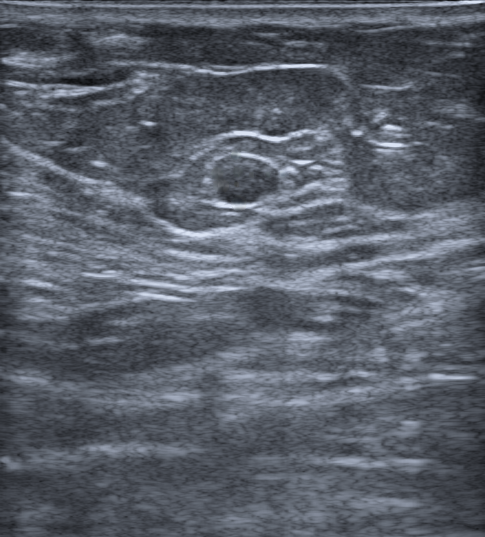
Modality: breast ultrasound scan.
Posterior features: none. Echogenic halo: absent. There is no skin thickening. There are no calcifications. The breast lesion has a circumscribed margin. Echogenicity: hypoechoic. The breast lesion appears oval. Biopsy or follow-up result: benign. BI-RADS category 2.